Breast ultrasound scan.
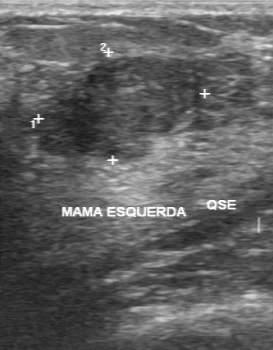
Lesion characteristics:
- internal echoes: slightly hypoechoic
- calcifications: none
- lesion margin: partially regular
- boundary: fairly clear